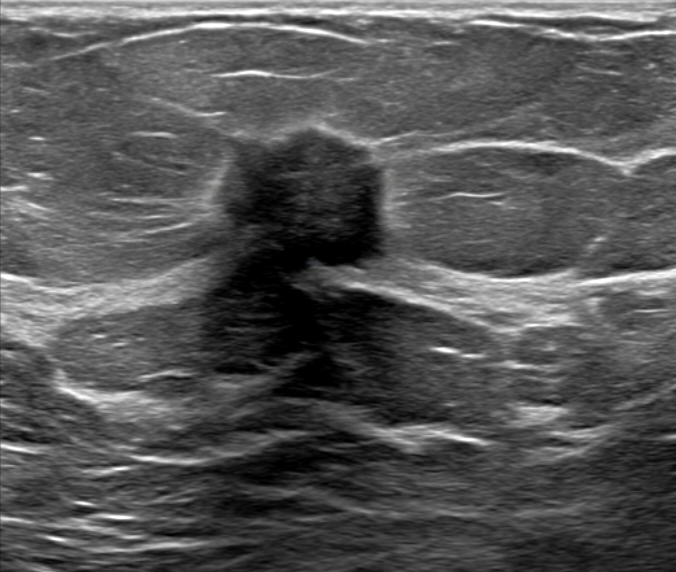
Modality: breast ultrasound.
Pixel coordinates (x1, y1, x2, y2): Lesion region of interest: 218 120 384 274. BI-RADS 5.